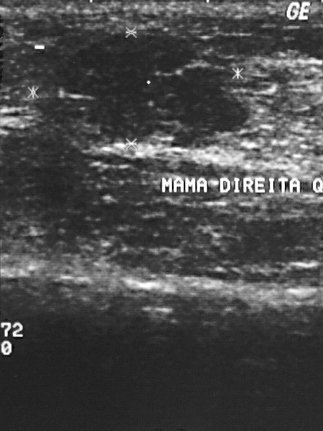
Breast ultrasound scan. Scanner: GE Logiq 5 @10-12MHz.
Pathology is fibroadenoma. BI-RADS assessment is 3. Biopsy or follow-up result: benign.